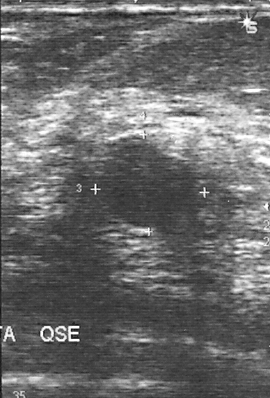
Modality: breast sonogram.
The pathology is fibroadenoma. BI-RADS: 4.